Imaging: breast ultrasound image. Scanner: GE Logiq 5 @10-12MHz.
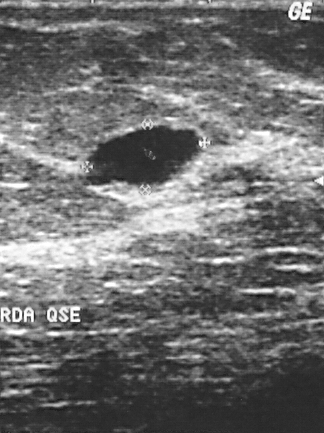
Finding bounding box: [91, 127, 198, 186]. The finding is benign on biopsy or follow-up.